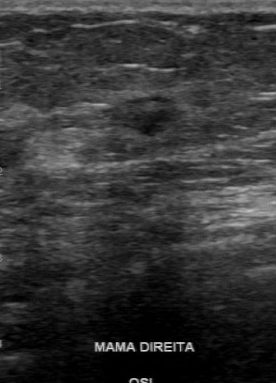
Modality: breast ultrasound image.
The finding was categorized BI-RADS 4 in the original read.
The following findings are from a second reader, independent of the original assessment.
The finding has a regular margin.
The lesion boundary is clear.
Echo pattern: hypoechoic.
Calcifications: none.
Biopsy showed invasive ductal carcinoma, a malignant finding.